Imaging: B-mode breast ultrasound.
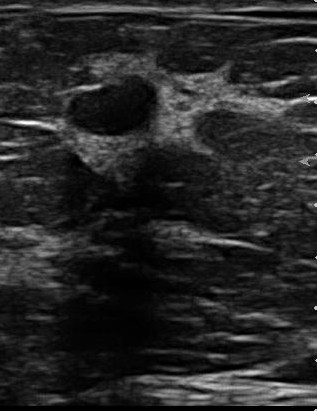
Pixel coordinates (x1, y1, x2, y2): The finding is located within the bounding box x1=70, y1=77, x2=156, y2=135. BI-RADS 2.